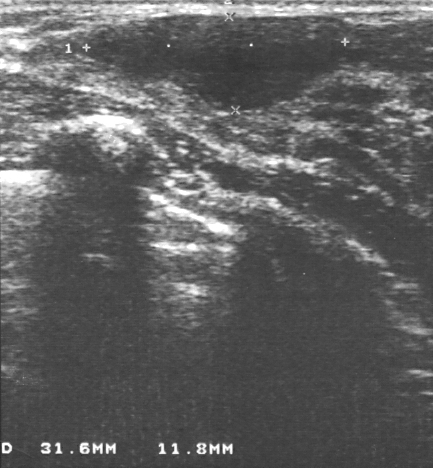
Scanner: GE Logiq 5 @10-12MHz. Imaging: breast ultrasound.
Biopsy or follow-up result: benign. (BI-RADS category 3.)